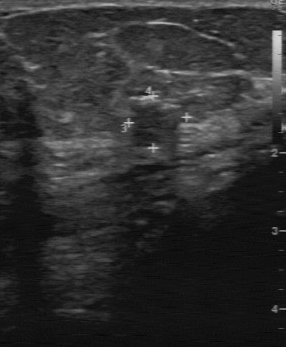
B-mode breast ultrasound.
Original-read BI-RADS category: 4. A second, independent read describes the finding as follows. Echo pattern: slightly hypoechoic. Its boundary is somewhat unclear. The finding has a partially regular margin. No calcifications are seen. Biopsy showed fibroadenoma, a benign finding.